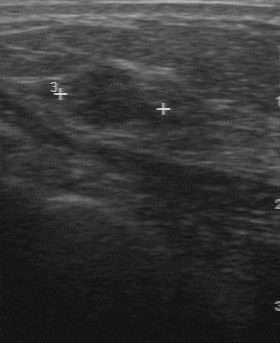
Imaging: breast ultrasound.
Lesion: malignant on biopsy or follow-up.